Imaging: breast ultrasound image. Acquired on Toshiba Aplio 300 @12-14 MHz.
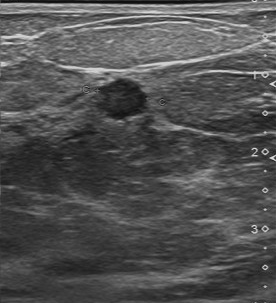
Calcifications are absent. The biopsy or follow-up result is malignant. The contour is regular. Lesion boundary is clear. Internal echoes are hypoechoic.